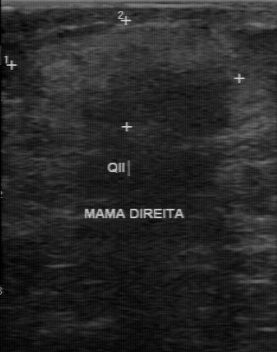
Modality: breast US.
Pixel coordinates (x1, y1, x2, y2): Mass bounding box: (31, 22) to (236, 133).